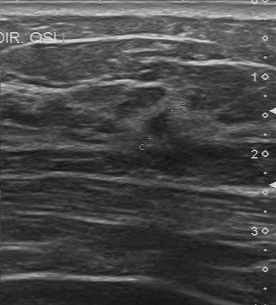
Imaging: B-mode breast ultrasound.
- calcifications: none
- outcome on biopsy or follow-up: malignant
- contour: partially regular
- echo pattern: slightly hypoechoic
- pathology: invasive ductal carcinoma
- boundary: somewhat unclear